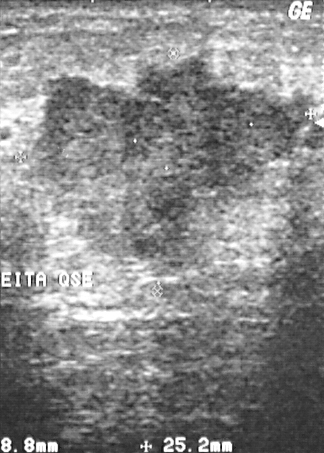
Breast ultrasound image.
(coordinates in a 324x453 pixel frame) Lesion region of interest: top-left (26, 56), bottom-right (323, 282). BI-RADS 5.